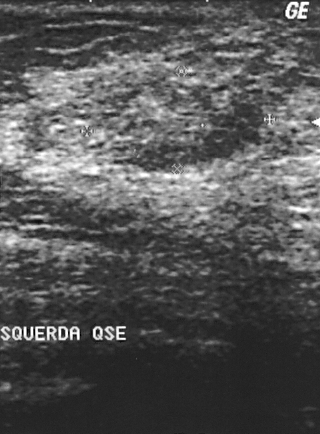
Modality: breast US.
The mass demonstrates BI-RADS category: 3.